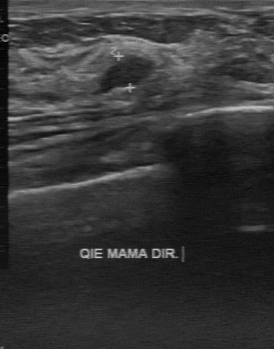
Modality: breast ultrasound scan.
The breast lesion demonstrates biopsy or follow-up result: benign, regular contour, hypoechoic echo pattern, calcifications: absent, clear lesion boundary.